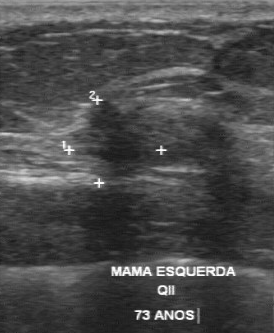
B-mode breast ultrasound.
This B-mode breast ultrasound shows a lesion with hypoechoic echo pattern, irregular lesion margin, calcifications: none, somewhat unclear lesion boundary, confirmed outcome (biopsy or follow-up): malignant.